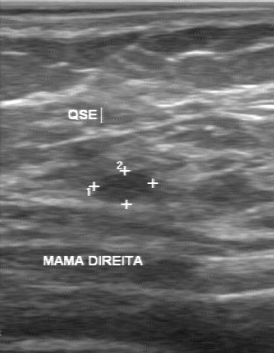
Modality: breast ultrasound image.
Original-read BI-RADS category: 2.
Descriptors from an independent second read (not the reader who assigned the category):
The lesion is hypoechoic.
Its boundary is clear.
There are no calcifications.
The margin is regular.
Histopathology: lipoma (benign).